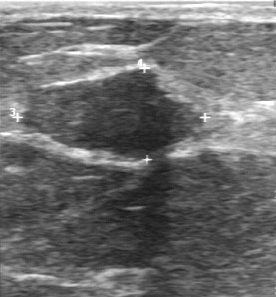
Modality: breast ultrasound.
The finding is benign on biopsy or follow-up. BI-RADS 2.